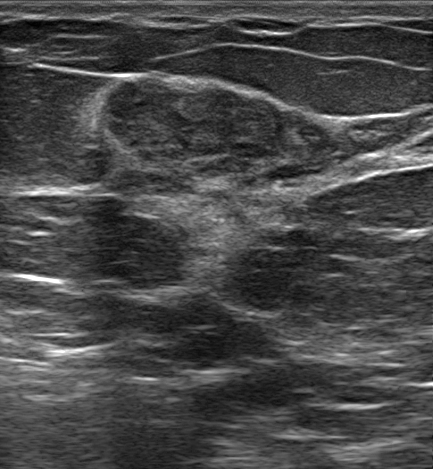
Imaging: breast ultrasound scan.
Outcome on biopsy or follow-up: benign. Biopsy confirmed fibroadenoma. BI-RADS assessment: 4A. Radiologic interpretation: Suspicion of malignancy; Fibroadenoma; Intraductal papilloma. There are no calcifications. It has an irregular shape. Margin: not circumscribed, indistinct. Its echo pattern is isoechoic. Echogenic halo: absent. Skin thickening: none. There is a combined posterior acoustic pattern.